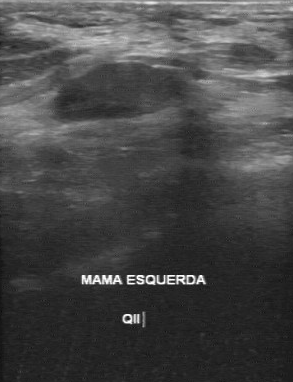
Breast ultrasound.
The finding demonstrates calcifications: absent, regular margin, BI-RADS (first reader): 3, clear lesion boundary, BI-RADS (second read): 3.